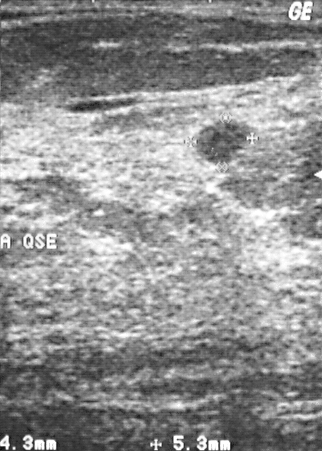
Modality: breast ultrasound.
(coordinates in a 322x451 pixel frame) Segment the lesion: bounding box (191, 119) to (253, 166). BI-RADS 2.